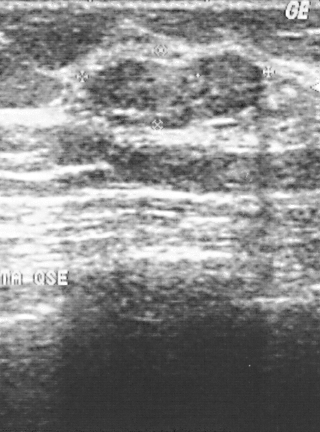
Imaging: breast ultrasound scan.
A breast lesion is seen. It was assessed as BI-RADS 3. The biopsy result was fibrocystic changes; the breast lesion is benign.